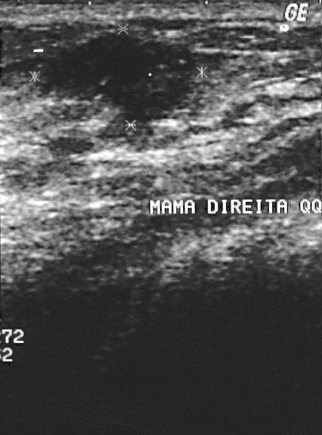
B-mode breast ultrasound.
This B-mode breast ultrasound shows a finding with BI-RADS category: 3.